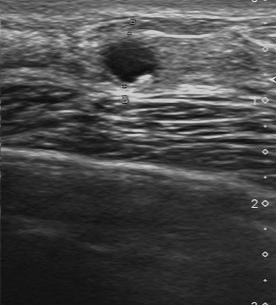
Imaging: B-mode breast ultrasound.
Original-read BI-RADS category: 4. On a second read by an independent reader: Calcification is suspected. Echo pattern: hypoechoic. Its boundary is clear. Margin: regular. The biopsy result was apocrine metaplasia; the breast lesion is benign.